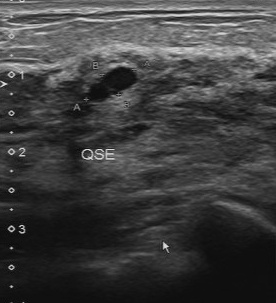
Imaging: breast sonogram.
BI-RADS 2 in the original read; on a second read the margin is regular, the boundary clear and the breast lesion hypoechoic. Calcifications: none. Biopsy showed cyst, a benign finding.